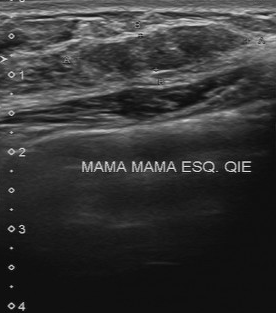
Modality: breast ultrasound scan.
The lesion is benign on biopsy or follow-up. BI-RADS 3.